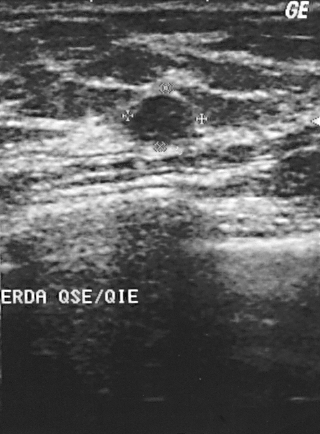
Breast ultrasound image.
This breast ultrasound image shows a mass, benign on biopsy or follow-up.